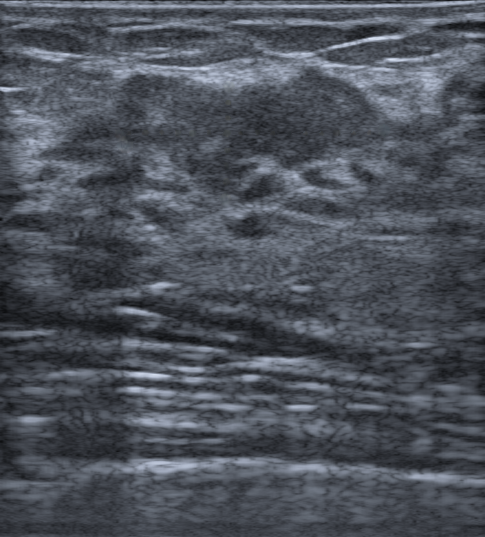
50-year-old patient. Background echotexture is homogeneous: fibroglandular. Modality: breast sonogram.
Margin: circumscribed. Calcifications: none. Skin thickening: absent. Posterior acoustic features: none. Echogenic halo: none. Lesion shape: oval. BI-RADS: 4A. Echo pattern: heterogeneous.
OUTCOME ON BIOPSY OR FOLLOW-UP: benign.